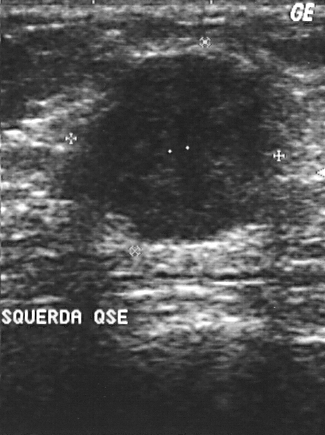
Imaging: breast ultrasound scan.
FINDINGS: BI-RADS assessment: 4. Pathology: invasive ductal carcinoma.
OUTCOME ON BIOPSY OR FOLLOW-UP: malignant.